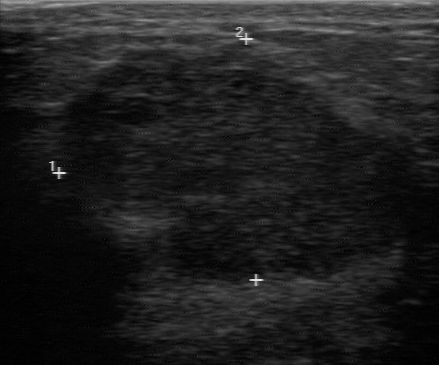
Scanner: GE Logiq 7 @10-14MHz. Modality: breast ultrasound scan.
FINDINGS: Breast ultrasound scan. Margin: regular. Echo pattern: hypoechoic. Calcifications: none. Boundary: clear. Biopsy result: invasive ductal carcinoma. Outcome on biopsy or follow-up: malignant.